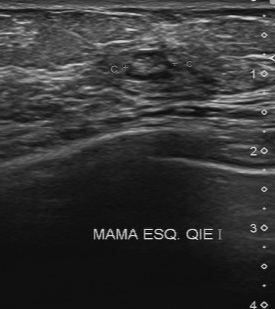
Imaging: B-mode breast ultrasound. Acquired on Toshiba Aplio 300 @12-14 MHz.
Margin: regular. Calcifications: multiple calcifications. Boundary is clear. Internal echoes: heterogeneous.